Breast ultrasound image.
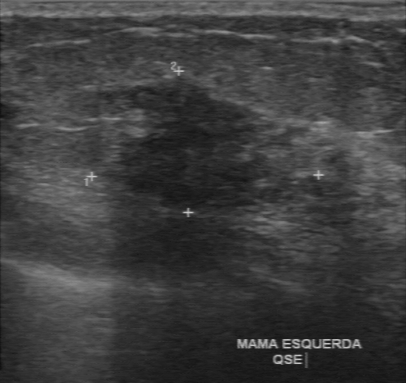
FINDINGS: Breast ultrasound image. Calcifications: absent. Echo pattern: hypoechoic. Lesion boundary: unclear. Lesion margin: irregular. Biopsy result: invasive ductal carcinoma.